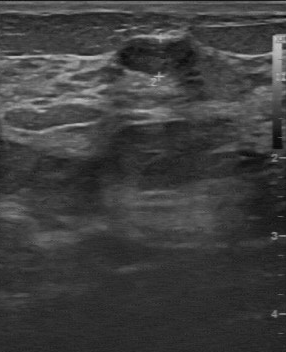
Imaging: breast ultrasound. Scanner: GE Logiq 7 @10-14MHz.
Lesion characteristics:
- outcome on biopsy or follow-up: benign
- BI-RADS assessment: 3
- histopathology: fibroadenoma